Modality: breast sonogram.
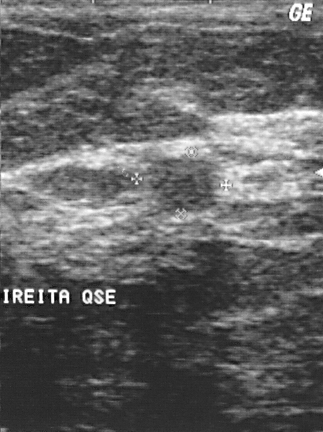
Coordinates are pixels in the 323x432 image. Lesion region of interest: [148, 157, 217, 213]. The breast lesion is benign on biopsy or follow-up.